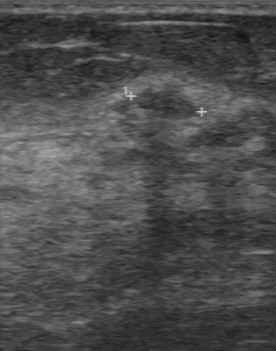
Breast US.
This breast US shows a finding with biopsy or follow-up result: benign, histopathology: hyperplasia, slightly hypoechoic internal echoes, somewhat unclear boundary, partially regular margin, calcifications: none.